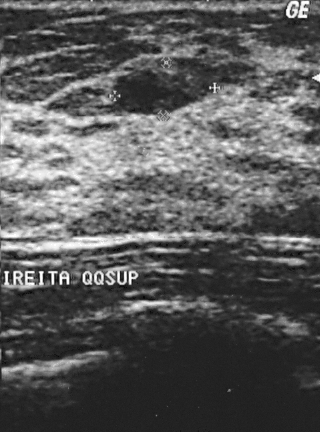
Scanner: GE Logiq 5 @10-12MHz. Imaging: breast ultrasound scan.
Lesion: benign on biopsy or follow-up. (BI-RADS category 2.)